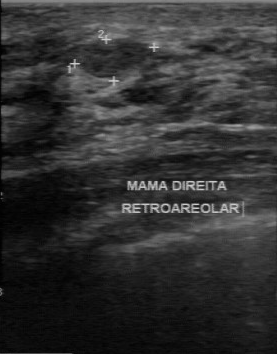
Modality: breast ultrasound image. Scanner: GE Logiq 7 @10-14MHz.
The original reader assigned BI-RADS 2. Findings on the second read (an independent reader): a hypoechoic finding, margin regular, boundary clear. Calcifications: none. Biopsy showed intraductal papilloma, a benign finding.